Modality: breast US.
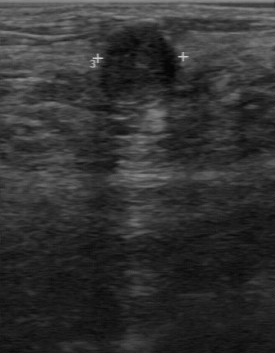
The mass was assessed as BI-RADS 4 by the original reader. On a second, independent read, a mass with a partially regular margin and a fairly clear boundary is seen; it is hypoechoic. No calcifications are seen. Histopathology: invasive ductal carcinoma (malignant).